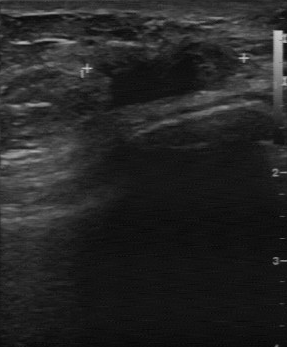
Modality: breast sonogram.
Outcome on biopsy or follow-up: malignant. (BI-RADS category 4.)